Modality: breast ultrasound image.
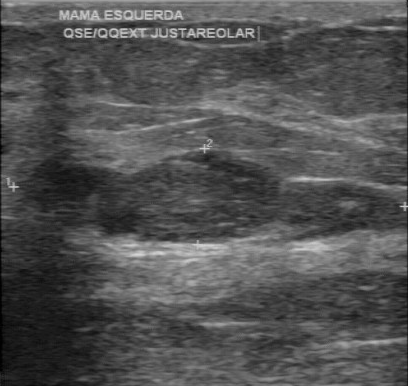
The breast lesion was assessed as BI-RADS 3 by the original reader. A second, independent read describes the breast lesion as follows. Boundary: clear. Internally the breast lesion is hypoechoic. Margin: regular. There are no calcifications. Biopsy showed fibroadenoma, a benign finding.